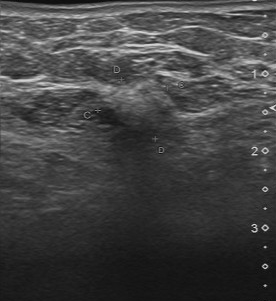
Acquired on Toshiba Aplio 300 @12-14 MHz. Breast ultrasound.
Pixel coordinates (x1, y1, x2, y2): The lesion occupies approximately (91,75)-(179,148). The lesion is malignant on biopsy or follow-up.